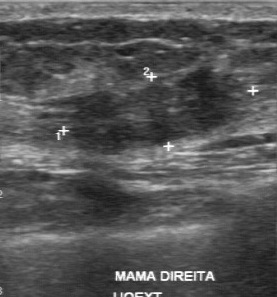
Breast ultrasound scan.
BI-RADS 4 in the original read. Findings on the second read (an independent reader): a slightly hypoechoic breast lesion, margin irregular, boundary unclear. Calcifications: suspected. Biopsy showed fibroadenoma, a benign finding.